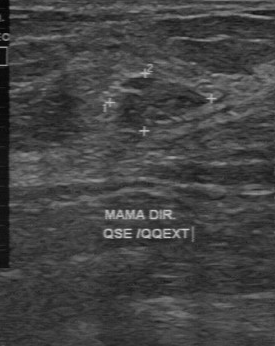
Modality: breast ultrasound. Scanner: GE Logiq 7 @10-14MHz.
BI-RADS 2 in the original read. The following findings are from a second reader, independent of the original assessment. The margin is partially regular. The lesion boundary is fairly clear. Internally the lesion is slightly hypoechoic. Calcifications: none. Histopathology: fibroadenoma (benign).